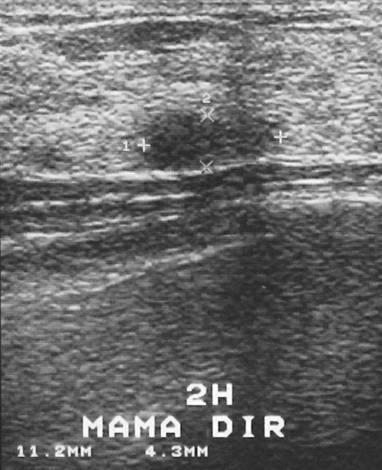
Modality: breast US.
- BI-RADS category: 3